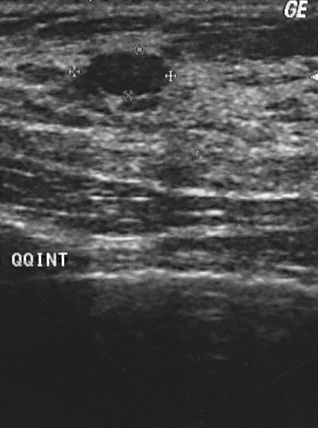
Breast sonogram.
FINDINGS: Breast sonogram. BI-RADS: 2. Outcome on biopsy or follow-up: benign.
OUTCOME ON BIOPSY OR FOLLOW-UP: benign.